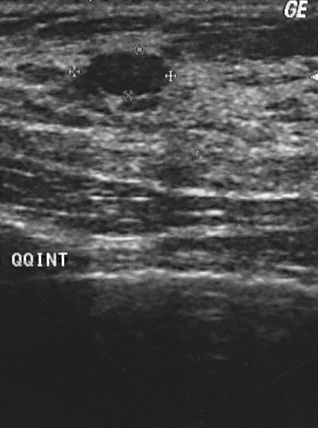
Breast ultrasound scan.
A lesion is present on this breast ultrasound scan. It was assessed as BI-RADS 2. Pathology confirmed benign fibroadenoma.